Age 21. Breast US.
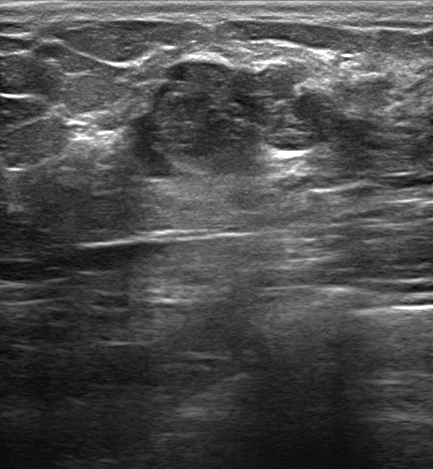
There is posterior acoustic enhancement. It has an irregular shape. Skin thickening: none. No calcifications are seen. The finding has indistinct margins. No echogenic halo is seen. Echogenicity: hypoechoic. Radiologic interpretation: Suspicion of malignancy; Fibroadenoma; Intraductal papilloma. BI-RADS category 4A. The finding is benign on biopsy or follow-up.